B-mode breast ultrasound.
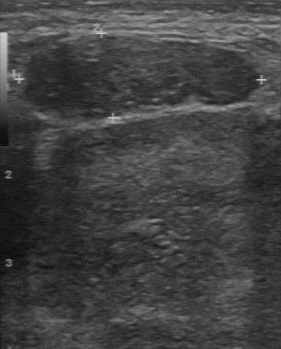
A finding is seen with BI-RADS assessment: 4, biopsy result: lymphoma, biopsy or follow-up result: malignant.